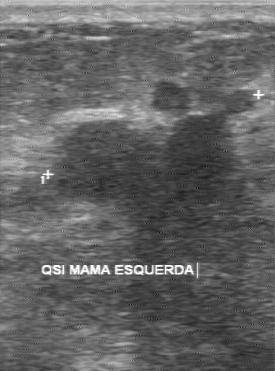
Breast sonogram.
Original-read BI-RADS category: 4. On a second, independent read, a breast lesion with an irregular margin and an unclear boundary is seen; it is hypoechoic. Biopsy showed invasive ductal carcinoma, a malignant finding.